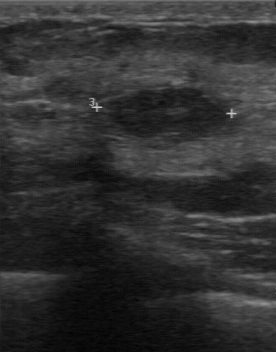
Imaging: breast ultrasound.
The finding occupies approximately [99, 89, 234, 151]. The finding is benign on biopsy or follow-up.